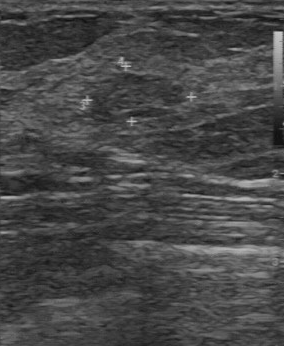
Scanner: GE Logiq 7 @10-14MHz. Modality: breast ultrasound scan.
FINDINGS: Breast ultrasound scan. Confirmed outcome (biopsy or follow-up): benign. Biopsy result: fibroadenoma. BI-RADS: 2.
OUTCOME ON BIOPSY OR FOLLOW-UP: benign.